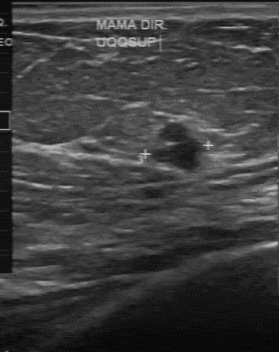
Breast US. Acquired on GE Logiq 7 @10-14MHz.
BI-RADS 2 in the original read.
The following findings are from a second reader, independent of the original assessment.
The margin is partially regular.
Boundary: fairly clear.
Echo pattern: hypoechoic.
No calcifications are seen.
Biopsy showed cyst, a benign finding.